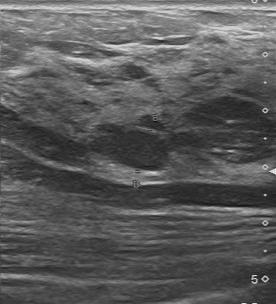
Breast US.
This breast US shows a lesion with slightly hypoechoic echo pattern, regular margin, clear boundary, calcifications: none.